Imaging: breast ultrasound.
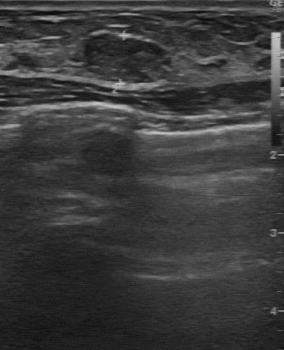
This breast ultrasound shows a breast lesion, benign on biopsy or follow-up.